Imaging: breast US.
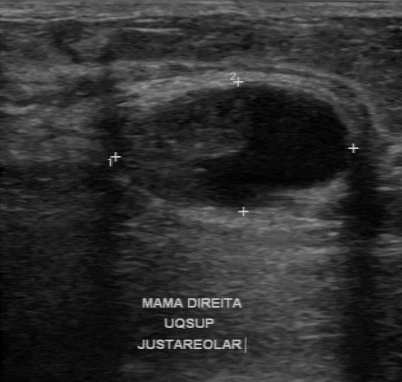
The breast lesion is benign on biopsy or follow-up. BI-RADS 4.